Modality: breast sonogram.
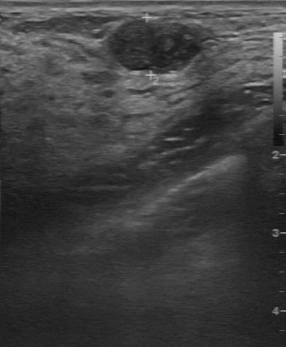
- independent BI-RADS assessment: 4A
- lesion margin: regular
- lesion boundary: clear